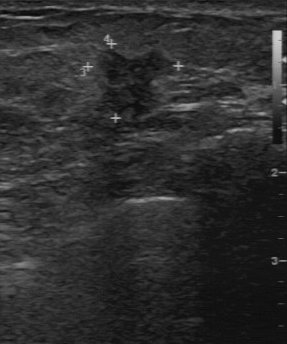
Modality: B-mode breast ultrasound.
Finding: lesion, malignant on biopsy or follow-up.